Breast ultrasound scan.
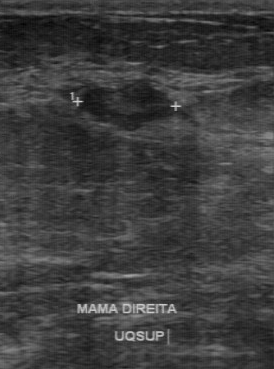
The original reader assigned BI-RADS 3. A second, independent read describes the finding as follows. Calcifications: none. The finding has a partially regular margin. The finding is hypoechoic. Its boundary is fairly clear. Histopathology: fibroadenoma (benign).